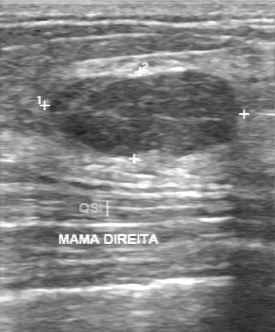
B-mode breast ultrasound.
Pixel coordinates (x1, y1, x2, y2): The breast lesion occupies approximately (47,70)-(245,159). BI-RADS 3.